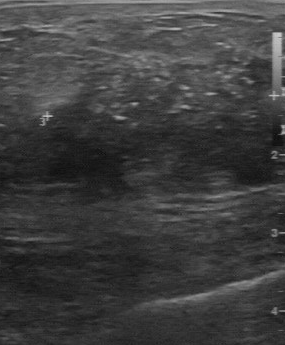
Modality: breast sonogram.
Calcifications: multiple clustered microcalcifications. Boundary: unclear. Contour is irregular. Biopsy or follow-up result: malignant. Internal echoes are heterogeneous.